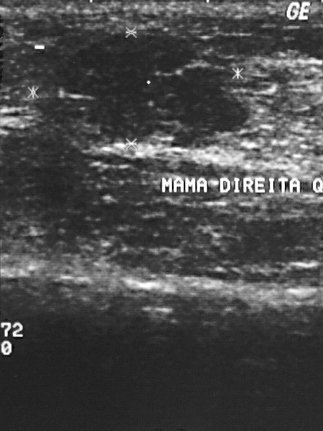
Modality: breast ultrasound scan.
A mass is seen. BI-RADS category 3. Biopsy showed fibroadenoma, a benign finding.